Breast US.
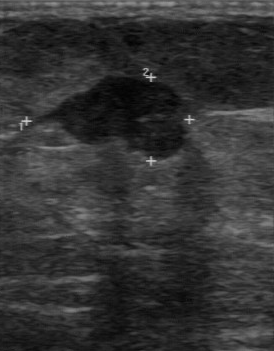
Lesion: malignant on biopsy or follow-up.